Modality: breast ultrasound scan.
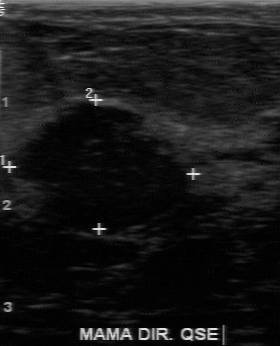
The original reader assigned BI-RADS 3. On a second, independent read, a mass with a partially regular margin and a somewhat unclear boundary is seen; it is hypoechoic. Histopathology: fibroadenoma (benign).